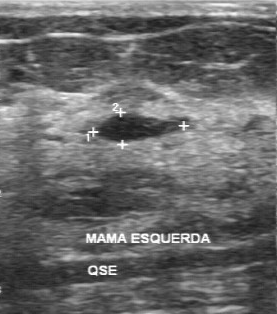
Scanner: GE Logiq 7 @10-14MHz. Modality: breast ultrasound.
BI-RADS 2 in the original read. A second reader, independent of the original assessment, describes a hypoechoic breast lesion with a regular margin; the boundary is clear. No calcifications are seen. Biopsy showed cyst, a benign finding.